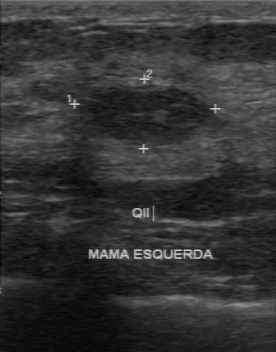
Scanner: GE Logiq 7 @10-14MHz. Modality: B-mode breast ultrasound.
BI-RADS 2 in the original read; on a second read the margin is regular, the boundary clear and the mass hypoechoic. There are no calcifications. Pathology confirmed benign lipoma.